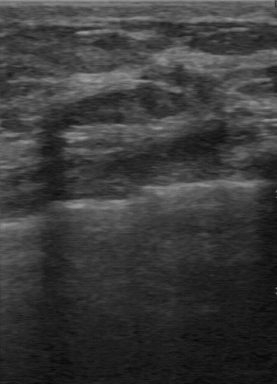
Breast US. Acquired on GE Logiq 7 @10-14MHz.
The finding was assessed as BI-RADS 2 by the original reader. Descriptors from an independent second read (not the reader who assigned the category): The margin is regular. The finding is hypoechoic. No calcifications are seen. Its boundary is clear. Histopathology: lipoma (benign).